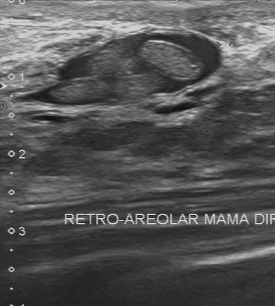
Modality: breast US.
Original-read BI-RADS category: 4.
The following findings are from a second reader, independent of the original assessment.
The mass has a partially regular margin.
Its boundary is clear.
The mass has a mixed cystic and solid echo pattern.
Calcifications: none.
Histopathology: fibrocystic changes (benign).